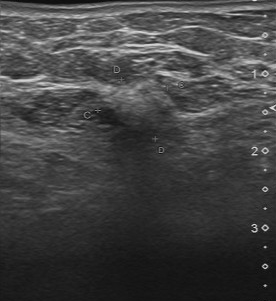
Imaging: breast ultrasound image.
Lesion: malignant on biopsy or follow-up.